Modality: breast US.
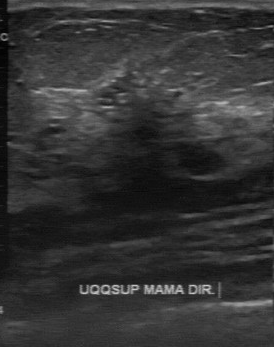
Original-read BI-RADS category: 4. Descriptors from an independent second read (not the reader who assigned the category): The margin is irregular. Its boundary is unclear. Echo pattern: slightly hypoechoic. There are multiple clustered microcalcifications. Biopsy showed hyperplasia, a benign finding.